Patient age: 87. Modality: breast sonogram.
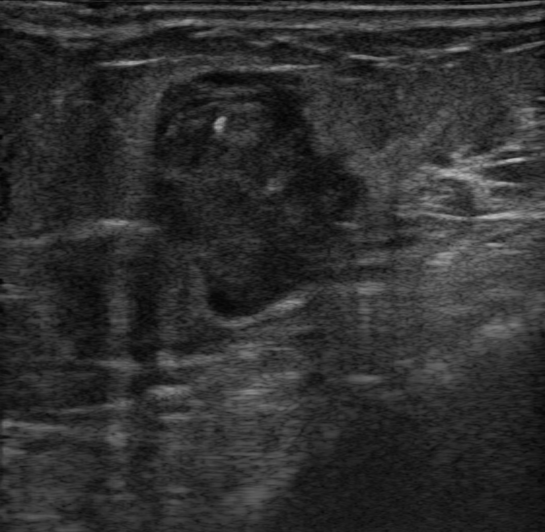
The finding demonstrates not circumscribed - microlobulated and indistinct lesion margin, BI-RADS: 4C, posterior features: none, calcifications: in a mass, skin thickening: absent, irregular lesion shape, radiologist impression: Suspicion of malignancy, outcome on biopsy or follow-up: malignant, pathology: Invasive papillary carcinoma; Encapsulated papillary carcinoma, complex cystic/solid echotexture.